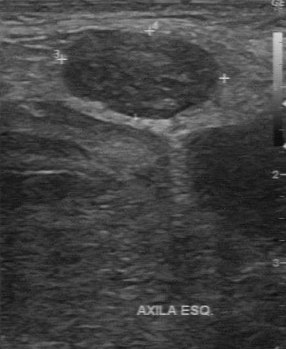
Breast ultrasound image.
The breast lesion was categorized BI-RADS 4 in the original read. Findings on the second read (an independent reader): a heterogeneous breast lesion, margin regular, boundary clear. Calcifications: none. Histopathology: lymphoma (malignant).